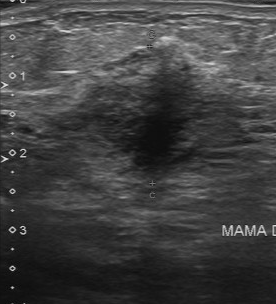
Breast sonogram.
Calcifications: absent. Lesion boundary: unclear. Margin: irregular. Echogenicity: heterogeneous.
OUTCOME ON BIOPSY OR FOLLOW-UP: malignant.